Breast sonogram.
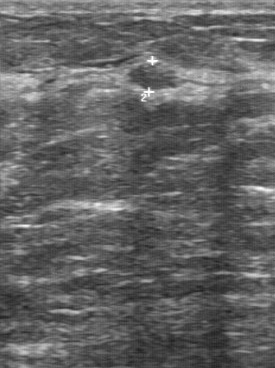
There are no calcifications. Confirmed outcome (biopsy or follow-up): benign. The contour is regular. Internal echoes: slightly hypoechoic. The boundary is clear.